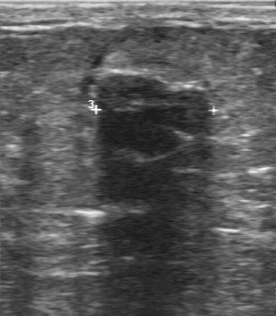
Acquired on GE Logiq 7 @10-14MHz. Modality: breast sonogram.
The breast lesion was assessed as BI-RADS 2 by the original reader. The following findings are from a second reader, independent of the original assessment. The breast lesion is slightly hypoechoic. Calcifications: none. Its boundary is fairly clear. The margin is partially regular. Biopsy showed fibroadenoma, a benign finding.